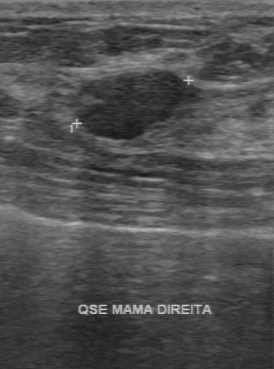
Breast ultrasound image.
Pixel coordinates (x1, y1, x2, y2): Mass bounding box: 70 70 186 140. The mass is benign on biopsy or follow-up.